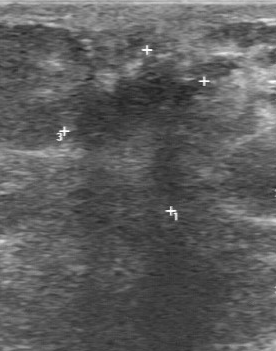
Breast US. Acquired on GE Logiq 7 @10-14MHz.
FINDINGS: Breast US. BI-RADS assessment: 5. Biopsy result: invasive lobular carcinoma.
OUTCOME ON BIOPSY OR FOLLOW-UP: malignant.